Acquired on Toshiba Aplio 300 @12-14 MHz. Imaging: breast ultrasound scan.
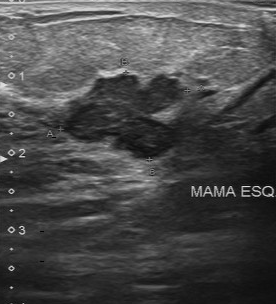
The histopathology is invasive ductal carcinoma. BI-RADS assessment: 4. Biopsy or follow-up result: malignant.